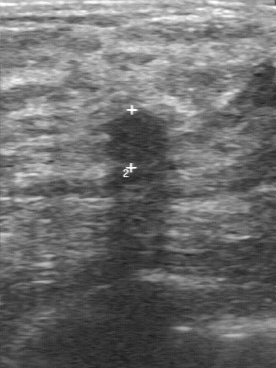
Imaging: B-mode breast ultrasound. Scanner: GE Logiq 7 @10-14MHz.
The lesion boundary is fairly clear. Internal echoes are slightly hypoechoic. Margin: partially regular. Biopsy result is fibroadenoma. No calcifications are seen.